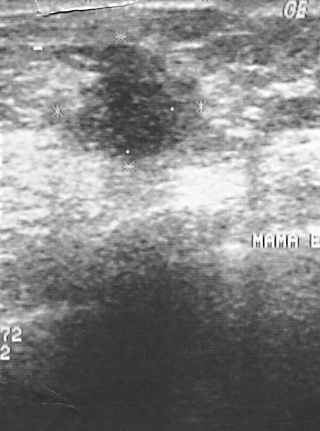
B-mode breast ultrasound.
(coordinates in a 320x431 pixel frame) Segment the lesion: bounding box (48, 41) to (215, 164). The lesion is malignant on biopsy or follow-up.